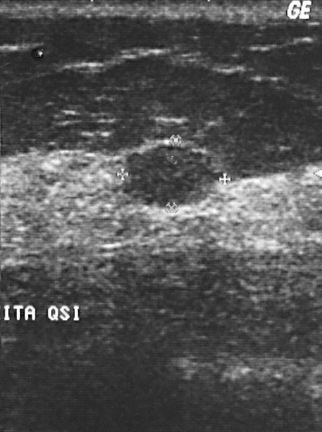
Modality: breast ultrasound image.
This breast ultrasound image shows a mass. Assessment: BI-RADS 2. Pathology confirmed benign fibroadenoma.